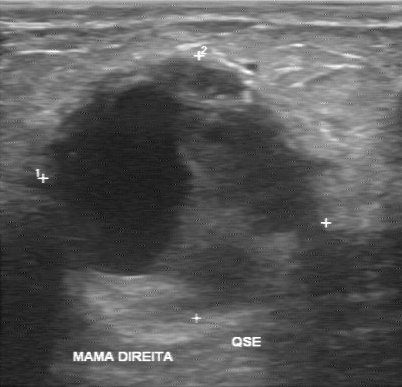
Modality: B-mode breast ultrasound.
The original reader assigned BI-RADS 4. On a second read by an independent reader: Boundary: unclear. There are no calcifications. The mass has a mixed cystic and solid echo pattern. Margin: irregular. Histopathology: invasive ductal carcinoma (malignant).